Imaging: breast ultrasound scan.
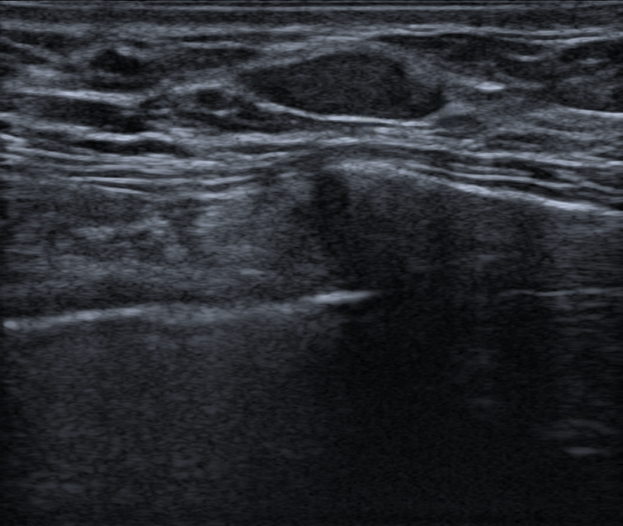
Verification: follow-up care. Radiologic interpretation: Fibroadenoma. The finding is assessed as BI-RADS 3. The finding is oval in shape. The finding has a circumscribed margin. Its echo pattern is hypoechoic. There are no posterior acoustic features. Echogenic halo: absent. No calcifications are seen. Skin thickening: none.